Scanner: Toshiba Aplio 300 @12-14 MHz. Breast ultrasound image.
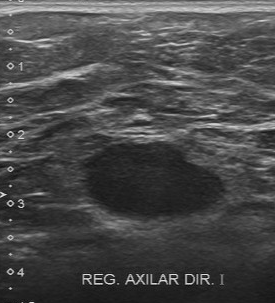
The original reader assigned BI-RADS 4. The following findings are from a second reader, independent of the original assessment. The lesion has a regular margin. Boundary: clear. Internally the lesion is hypoechoic. Calcifications: none. The biopsy result was invasive ductal carcinoma; the lesion is malignant.